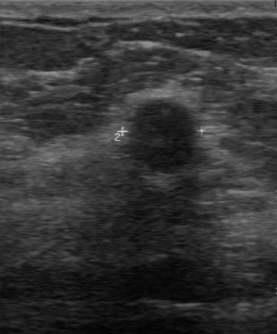
Modality: B-mode breast ultrasound.
Lesion characteristics:
- biopsy result: sclerosing adenosis
- confirmed outcome (biopsy or follow-up): benign
- BI-RADS category: 4